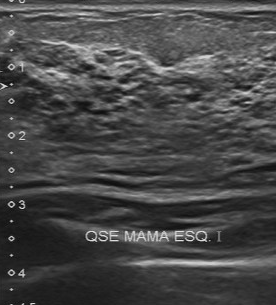
Imaging: breast sonogram.
The breast lesion was categorized BI-RADS 4 in the original read.
The following findings are from a second reader, independent of the original assessment.
The breast lesion has an irregular margin.
Boundary: unclear.
Internally the breast lesion is heterogeneous.
Calcifications: none.
The biopsy result was invasive ductal carcinoma; the breast lesion is malignant.